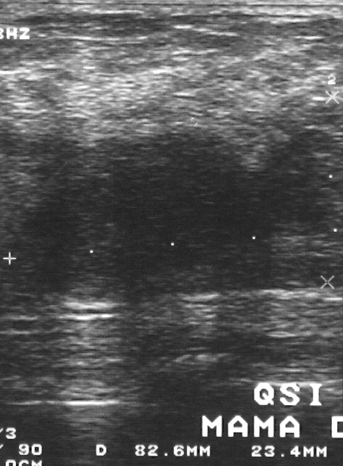
Breast ultrasound image.
Biopsy result: mucinous carcinoma. BI-RADS: 4. Biopsy or follow-up result: malignant.